Imaging: breast sonogram.
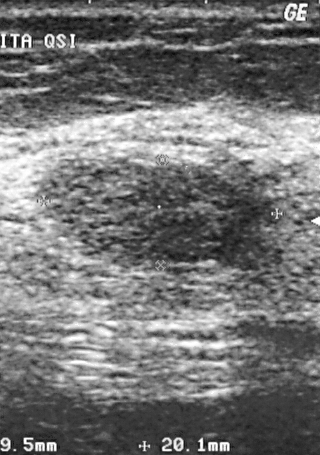
Biopsy showed fibroadenoma, a benign finding. Assigned BI-RADS 2.